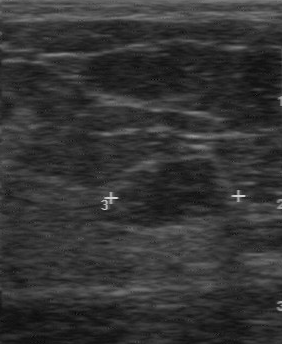
B-mode breast ultrasound.
Original-read BI-RADS category: 3.
A second, independent read describes the mass as follows.
Boundary: clear.
Internally the mass is hypoechoic.
There are no calcifications.
The margin is regular.
Histopathology: fibroadenoma (benign).